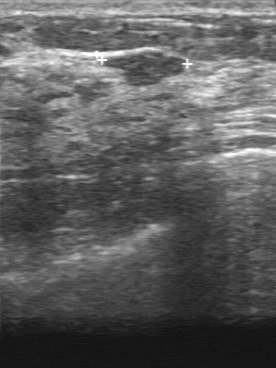
Imaging: breast sonogram.
Outcome on biopsy or follow-up: benign. BI-RADS 3.